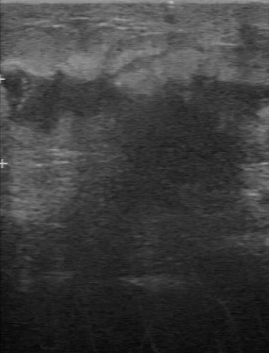
Imaging: breast ultrasound.
Internal echoes are hypoechoic. Biopsy result: invasive ductal carcinoma. There are no calcifications. The biopsy or follow-up result is malignant. Lesion margin: irregular. Boundary: unclear.